Breast ultrasound.
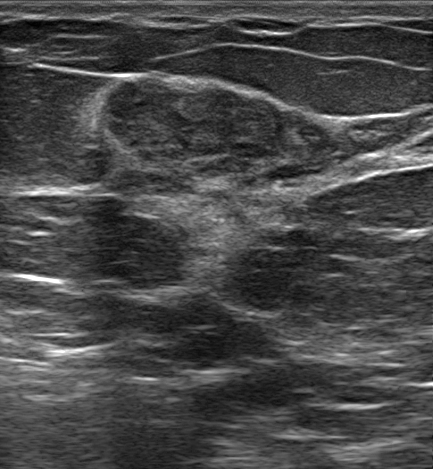
Biopsy or follow-up result: benign. (BI-RADS category 4A.)